Modality: breast US.
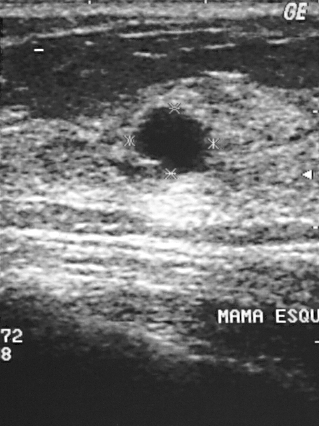
Pixel coordinates (x1, y1, x2, y2): Lesion region of interest: top-left (134, 107), bottom-right (204, 166). BI-RADS 2.